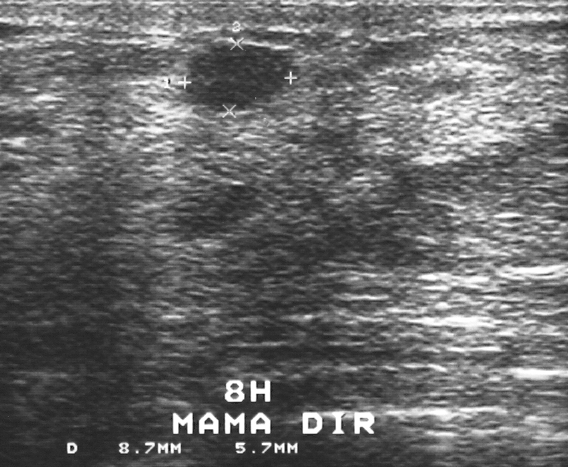
Imaging: breast US.
The finding is benign on biopsy or follow-up. (BI-RADS category 2.)